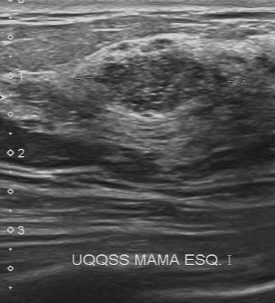
Acquired on Toshiba Aplio 300 @12-14 MHz. Imaging: breast sonogram.
FINDINGS: Lesion boundary: somewhat unclear. Biopsy result: fibroadenoma. Echogenicity: heterogeneous. Lesion margin: partially regular. Calcifications: multiple clustered microcalcifications.
OUTCOME ON BIOPSY OR FOLLOW-UP: benign.